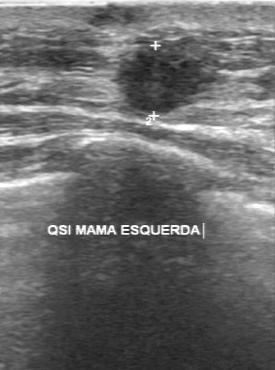
Acquired on GE Logiq 7 @10-14MHz. Modality: breast ultrasound scan.
The echogenicity is slightly hypoechoic. The biopsy or follow-up result is malignant. Contour: irregular. The second-reader BI-RADS is 4A. Boundary: unclear. There are no calcifications.